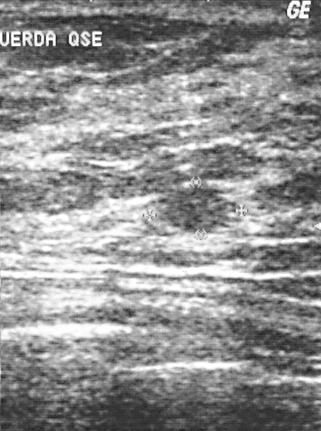
Breast ultrasound image. Scanner: GE Logiq 5 @10-12MHz.
Lesion characteristics:
- biopsy or follow-up result: benign
- BI-RADS: 2